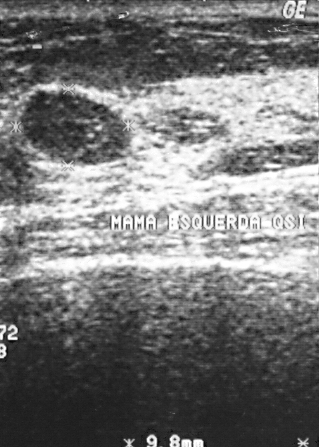
Breast ultrasound scan.
The finding is located within the bounding box (21, 89) to (129, 166). The finding is benign on biopsy or follow-up.